Acquired on GE Logiq 5 @10-12MHz. Breast sonogram.
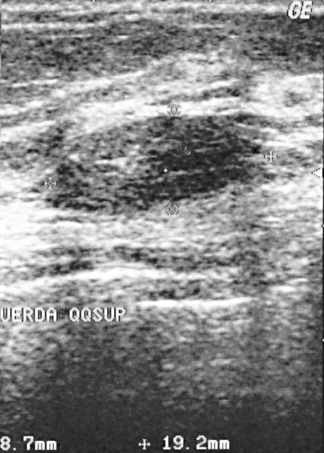
Pixel coordinates (x1, y1, x2, y2): The mass is located within the bounding box (52,116)-(257,213).